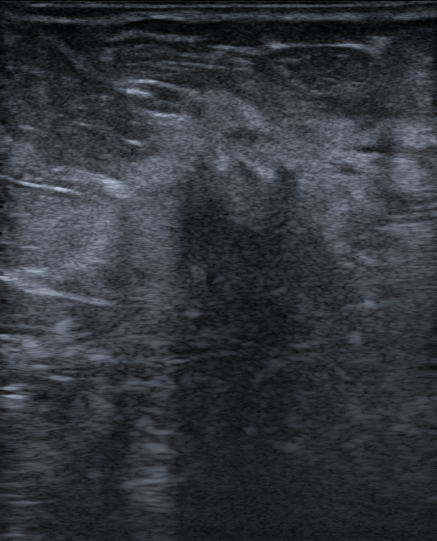
Imaging: breast ultrasound. Patient age: 86.
There is no skin thickening. The pathology is Invasive lobular carcinoma. The echogenic halo is present. There are no calcifications. Posterior features are shadowing. The BI-RADS is 5. The echotexture is hypoechoic. Verification is confirmed by biopsy. The margin is not circumscribed - spiculated and angular and indistinct. Shape: irregular.